Acquired on GE Logiq 7 @10-14MHz. Imaging: breast sonogram.
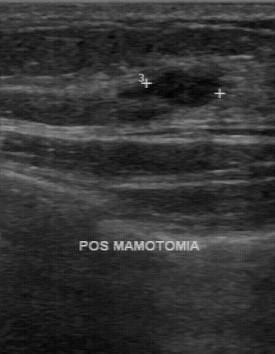
Biopsy or follow-up result: benign.